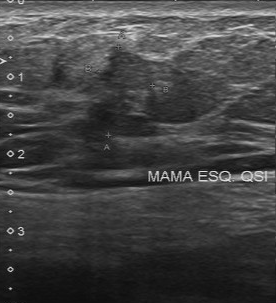
Modality: breast ultrasound.
Internal echoes: slightly hypoechoic. Confirmed outcome (biopsy or follow-up): malignant. Boundary: somewhat unclear. Calcifications: none. Contour: partially regular.
OUTCOME ON BIOPSY OR FOLLOW-UP: malignant.